Modality: breast ultrasound. Scanner: GE Logiq 5 @10-12MHz.
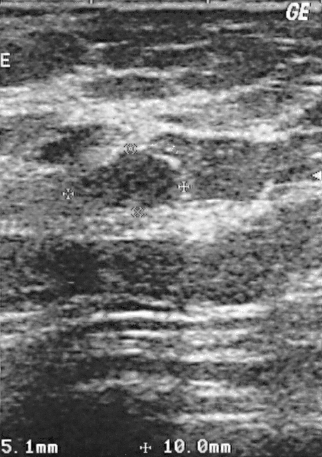
Histopathology: fibroadenoma (benign). BI-RADS category 3.